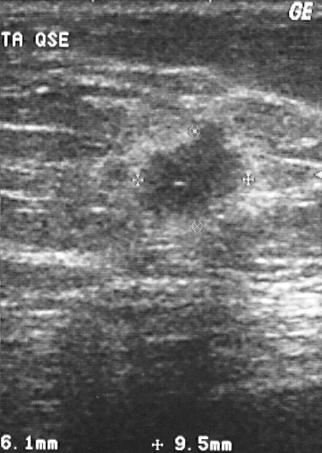
Imaging: breast ultrasound image.
Finding: mass, malignant on biopsy or follow-up.